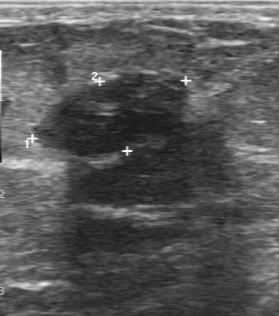
Breast sonogram.
Biopsy or follow-up result: benign. BI-RADS 2.